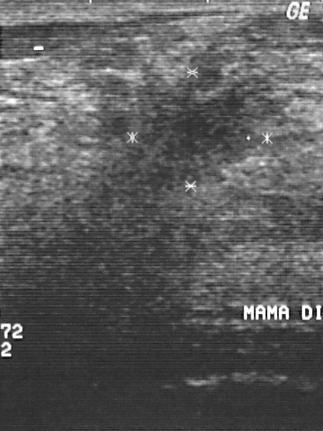
Breast ultrasound image.
Biopsy or follow-up result: malignant. (BI-RADS category 4.)